Breast ultrasound image.
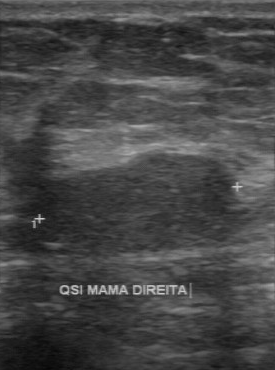
The finding demonstrates clear boundary, hypoechoic echo pattern, original BI-RADS: 3, BI-RADS (second read): 3, calcifications: none, histopathology: fibroadenoma.